Imaging: breast ultrasound scan. Acquired on GE Logiq 7 @10-14MHz.
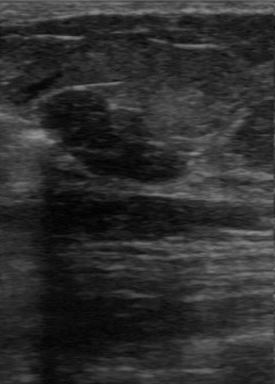
The mass occupies approximately (38,90)-(186,185).